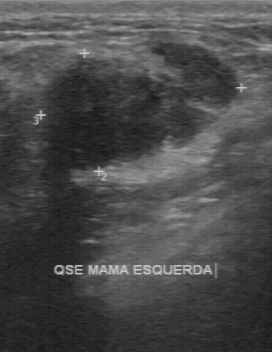
Modality: B-mode breast ultrasound.
The mass was assessed as BI-RADS 3 by the original reader. On a second read by an independent reader: The lesion boundary is somewhat unclear. No calcifications are seen. The margin is partially regular. Internally the mass is heterogeneous. Histopathology: fibroadenoma (benign).